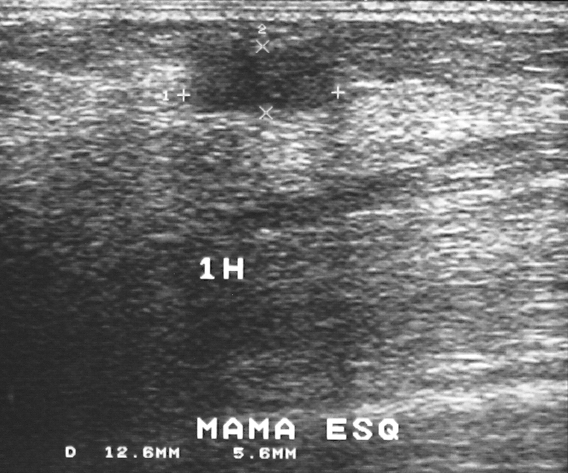
Breast ultrasound.
FINDINGS: Breast ultrasound. BI-RADS category: 3. Outcome on biopsy or follow-up: benign.
OUTCOME ON BIOPSY OR FOLLOW-UP: benign.